Breast sonogram.
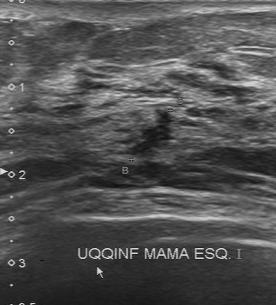
Margin: partially regular. Boundary: somewhat unclear. Echo pattern: slightly hypoechoic. Calcifications: none.
OUTCOME ON BIOPSY OR FOLLOW-UP: malignant.